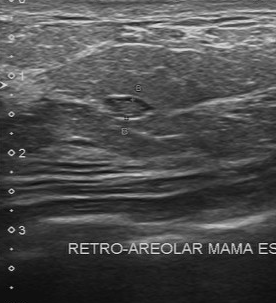
Breast US.
BI-RADS 4 in the original read. On a second, independent read, a mass with a regular margin and a clear boundary is seen; it is isoechoic. There are no calcifications. Histopathology: apocrine metaplasia (benign).